Modality: breast ultrasound.
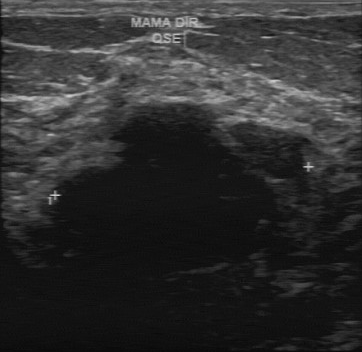
BI-RADS 3 in the original read. Findings on the second read (an independent reader): a hypoechoic lesion, margin irregular, boundary unclear. The biopsy result was fibroadenoma; the lesion is benign.